Breast sonogram.
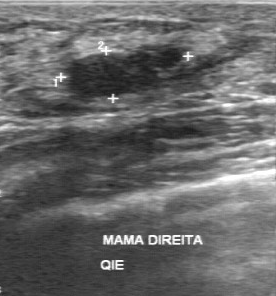
The mass demonstrates hypoechoic internal echoes, biopsy or follow-up result: benign, partially regular lesion margin, calcifications: absent, BI-RADS (second read): 3, fairly clear boundary.